Imaging: breast sonogram.
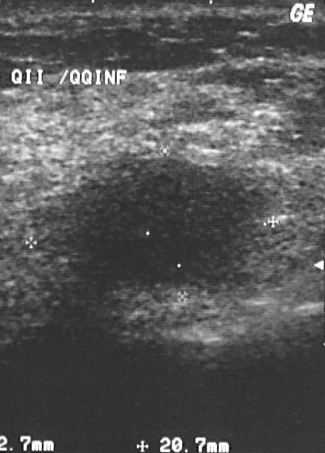
(coordinates in a 325x453 pixel frame) Lesion bounding box: [32, 159, 263, 300]. BI-RADS 4.